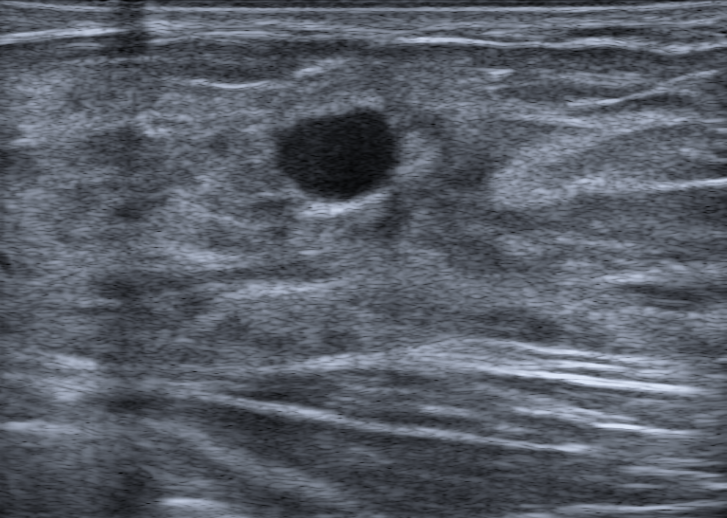
Modality: breast sonogram. Background tissue composition: heterogeneous: predominantly fibroglandular.
The lesion is oval and hypoechoic; its margin is circumscribed. There is posterior acoustic enhancement. Calcifications: none. BI-RADS 2; outcome on biopsy or follow-up: benign. Verification: follow-up care.